Breast ultrasound.
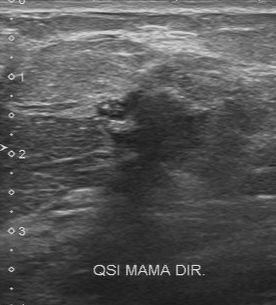
BI-RADS 5 in the original read; on a second read the margin is irregular, the boundary unclear and the mass hypoechoic. Calcification is suspected. Histopathology: invasive ductal carcinoma (malignant).